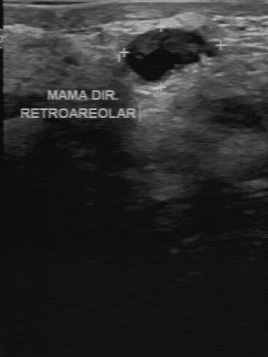
Imaging: breast ultrasound.
BI-RADS assessment is 2. The biopsy or follow-up result is benign.